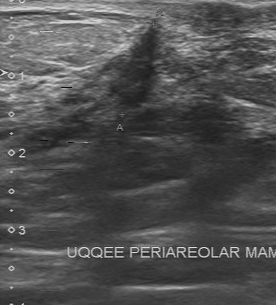
Acquired on Toshiba Aplio 300 @12-14 MHz. Breast US.
Coordinates are pixels in the 276x305 image. The lesion occupies approximately top-left (98, 18), bottom-right (159, 108). The lesion is malignant on biopsy or follow-up. BI-RADS 4.